Breast ultrasound scan.
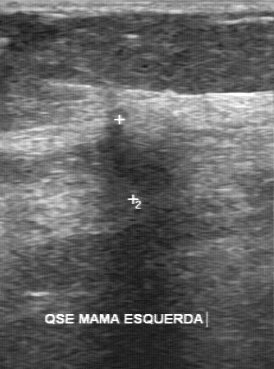
The mass demonstrates BI-RADS on independent re-read: 4B, confirmed outcome (biopsy or follow-up): malignant.